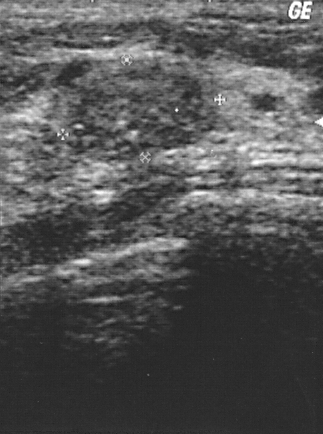
Breast ultrasound scan. Acquired on GE Logiq 5 @10-12MHz.
The breast lesion is assessed as BI-RADS 2.
The biopsy result was fibrocystic changes; the breast lesion is benign.
This breast lesion proved benign on biopsy or follow-up.